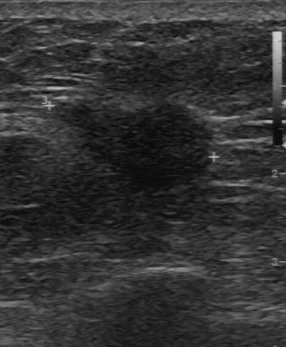
Modality: breast ultrasound scan.
Original-read BI-RADS category: 4.
A second, independent read describes the breast lesion as follows.
Margin: irregular.
Its boundary is unclear.
The breast lesion is hypoechoic.
No calcifications are seen.
Histopathology: invasive ductal carcinoma (malignant).